Acquired on GE Logiq 7 @10-14MHz. Breast ultrasound image.
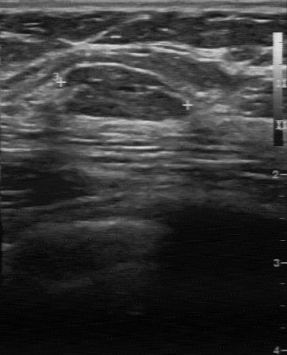
Finding: lesion, benign on biopsy or follow-up.